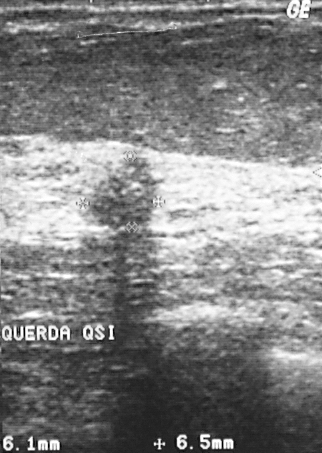
Acquired on GE Logiq 5 @10-12MHz. Modality: breast ultrasound image.
Pixel coordinates (x1, y1, x2, y2): Lesion region of interest: top-left (81, 157), bottom-right (164, 230).